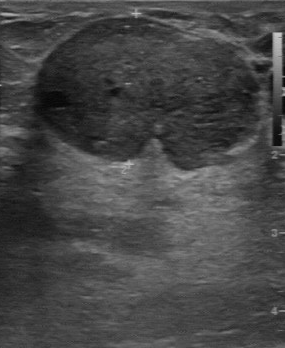
Modality: breast sonogram.
The breast lesion was assessed as BI-RADS 3 by the original reader. On a second, independent read, a breast lesion with a partially regular margin and a fairly clear boundary is seen; it is of mixed cystic and solid echotexture. Calcifications: none. Pathology confirmed benign fibroadenoma.